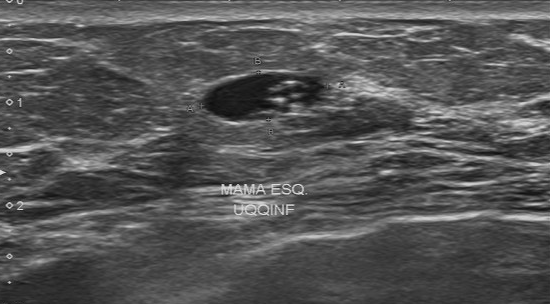
Imaging: breast ultrasound scan.
(coordinates in a 550x304 pixel frame) Lesion bounding box: x1=201, y1=73, x2=326, y2=122.